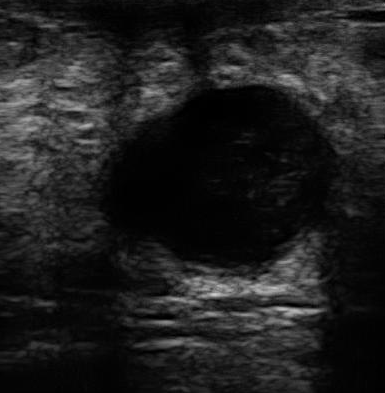
Imaging: breast ultrasound.
FINDINGS: Boundary: fairly clear. Echogenicity: hypoechoic. Calcifications: absent. Margin: regular.